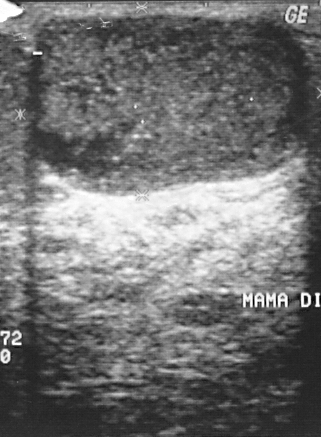
Imaging: breast ultrasound image. Acquired on GE Logiq 5 @10-12MHz.
Biopsy or follow-up result: benign.